Scanner: GE Logiq 7 @10-14MHz. Modality: breast ultrasound.
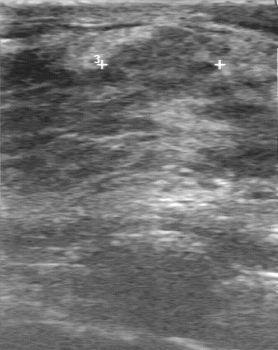
Histopathology is sclerosing adenosis. BI-RADS: 3. Confirmed outcome (biopsy or follow-up): benign.